Acquired on GE Logiq 5 @10-12MHz. Imaging: breast US.
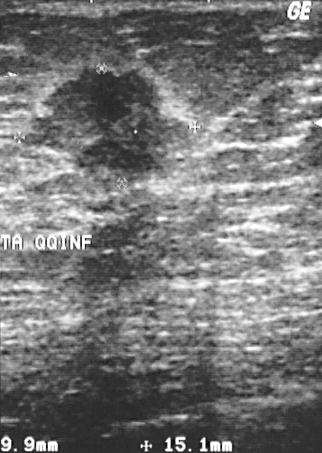
Histopathology: invasive ductal carcinoma (malignant). This lesion proved malignant on biopsy or follow-up. The lesion is assessed as BI-RADS 4.